Breast ultrasound.
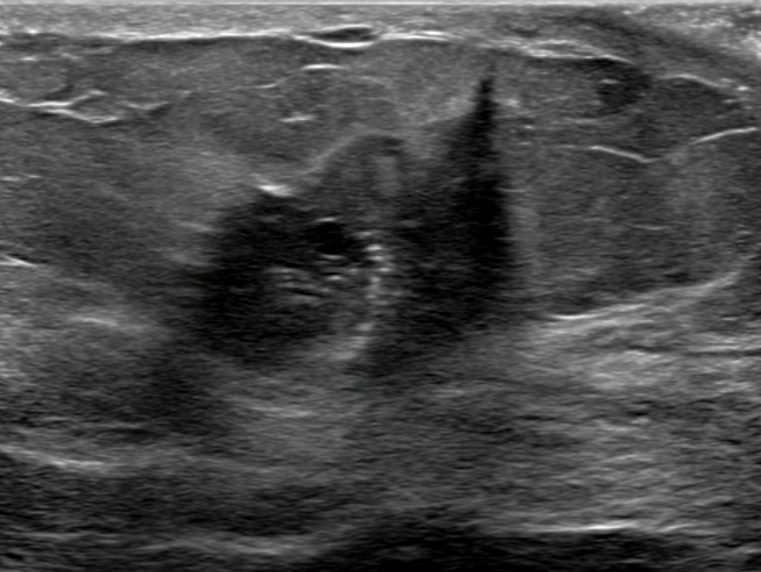
Skin thickening: none.
There is a combined posterior acoustic pattern.
The lesion is heterogeneous.
Echogenic halo: absent.
It has an irregular shape.
Calcifications: in a mass.
Margin: not circumscribed, angular and indistinct.
The lesion is malignant on biopsy or follow-up.
Biopsy confirmed invasive carcinoma of no special type (NST).
Radiologic interpretation: Suspicion of malignancy.
Assigned BI-RADS 5.